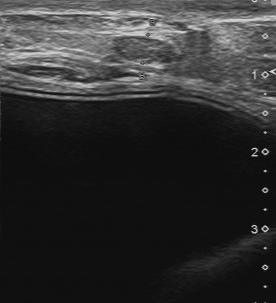
Breast sonogram.
The original reader assigned BI-RADS 4.
The following findings are from a second reader, independent of the original assessment.
Margin: regular.
Its boundary is clear.
There are no calcifications.
Echo pattern: slightly hypoechoic.
The biopsy result was hamartoma; the lesion is benign.